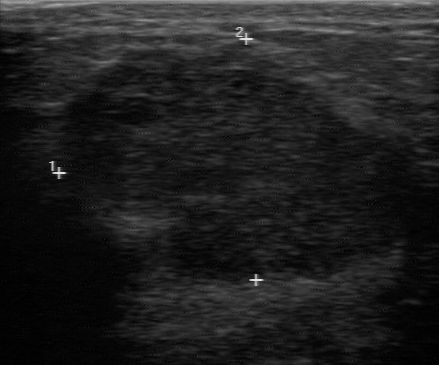
Breast ultrasound image.
FINDINGS: Lesion boundary: clear. BI-RADS on independent re-read: 3. Echo pattern: hypoechoic. Contour: regular. Biopsy or follow-up result: malignant.